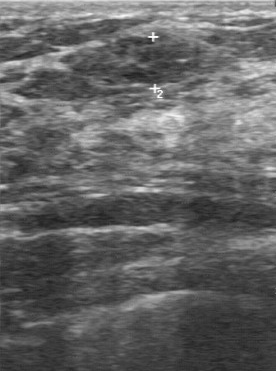
Modality: breast US.
The finding was categorized BI-RADS 3 in the original read. Findings on the second read (an independent reader): a hypoechoic finding, margin regular, boundary clear. Histopathology: fibroadenoma (benign).